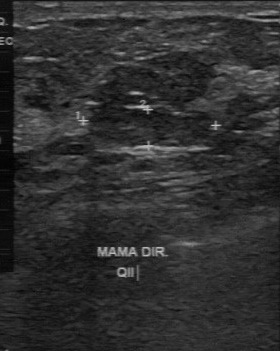
B-mode breast ultrasound.
Pixel coordinates (x1, y1, x2, y2): The finding occupies approximately (88,109)-(210,147).